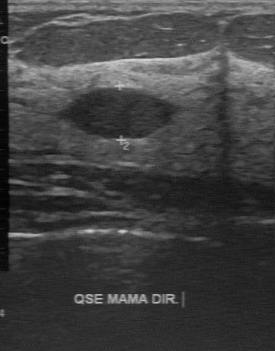
Scanner: GE Logiq 7 @10-14MHz. Breast ultrasound.
Breast ultrasound findings:
- contour: regular
- independent BI-RADS assessment: 3
- confirmed outcome (biopsy or follow-up): benign
- calcifications: absent
- original BI-RADS: 2
- echogenicity: hypoechoic